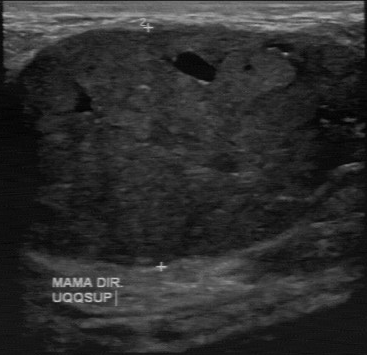
Modality: breast ultrasound image.
BI-RADS 4 in the original read. A second reader, independent of the original assessment, describes a mixed cystic and solid lesion with a regular margin; the boundary is clear. Pathology confirmed benign fibroadenoma.